Modality: breast ultrasound scan.
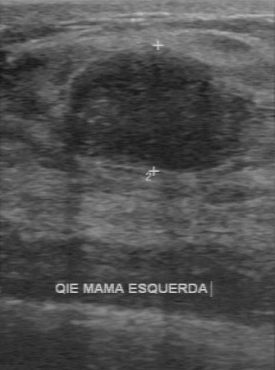
Outcome on biopsy or follow-up: benign.